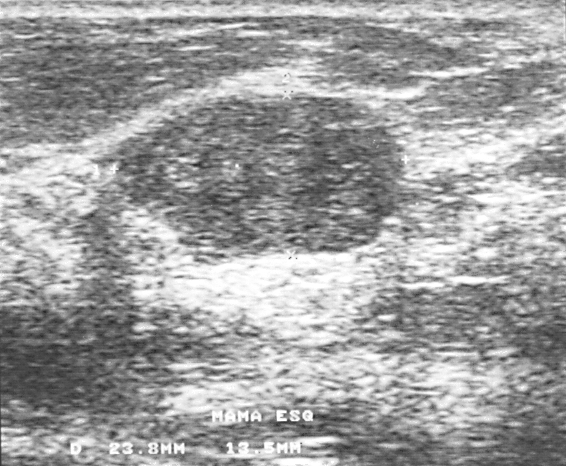
Modality: breast ultrasound image.
BI-RADS category 2. Biopsy showed fibroadenoma. Biopsy or follow-up result: benign.